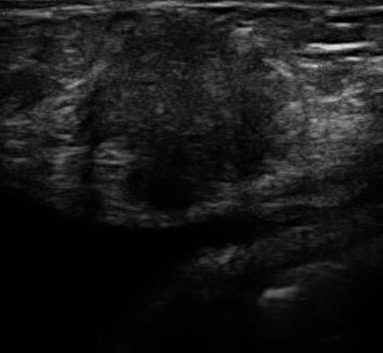
Imaging: breast US. Scanner: U-Systems @10-14MHz.
BI-RADS 5 in the original read; on a second read the margin is irregular, the boundary unclear and the finding heterogeneous. Calcifications: none. Histopathology: invasive ductal carcinoma (malignant).